Modality: breast sonogram.
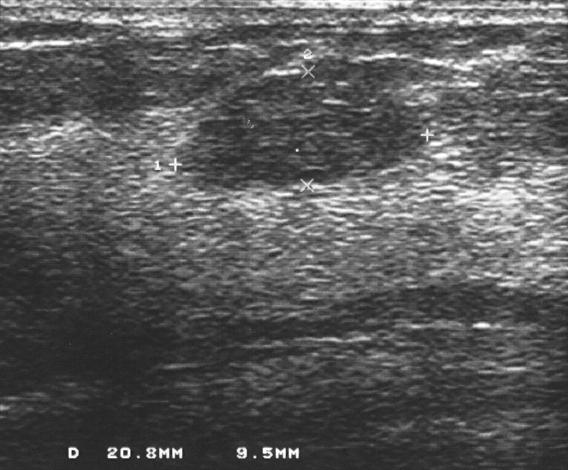
Biopsy result is fibroadenoma. BI-RADS assessment is 2. Confirmed outcome (biopsy or follow-up): benign.